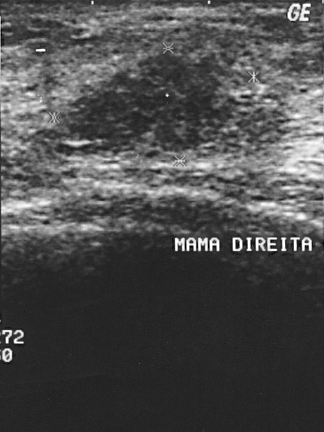
Breast ultrasound image.
Pixel coordinates (x1, y1, x2, y2): The mass is located within the bounding box (54,51)-(289,163).